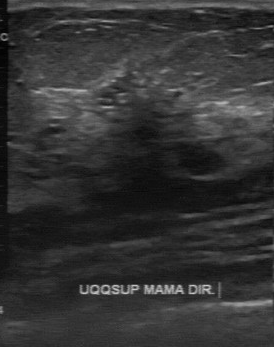
Imaging: B-mode breast ultrasound.
A breast lesion is seen with irregular lesion margin, calcifications: multiple clustered microcalcifications, unclear boundary, slightly hypoechoic internal echoes.